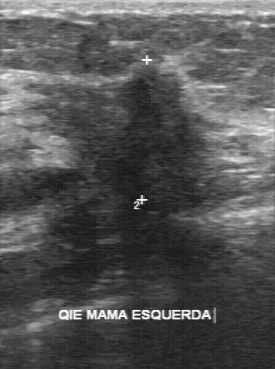
Breast sonogram.
Boundary: unclear. Internal echoes: hypoechoic. Margin: irregular. Calcifications: suspected. Histopathology: invasive ductal carcinoma.